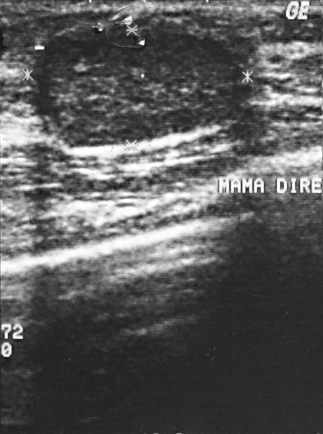
Modality: breast ultrasound image.
This lesion proved benign on biopsy or follow-up.
Histopathology: fibroadenoma.
BI-RADS category 2.